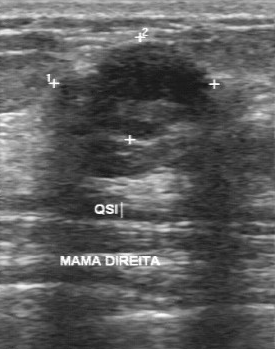
Scanner: GE Logiq 7 @10-14MHz. Imaging: breast ultrasound.
BI-RADS 3 in the original read. On a second, independent read, a lesion with a partially regular margin and a somewhat unclear boundary is seen; it is heterogeneous. Histopathology: fibroadenoma (benign).